Imaging: breast ultrasound image.
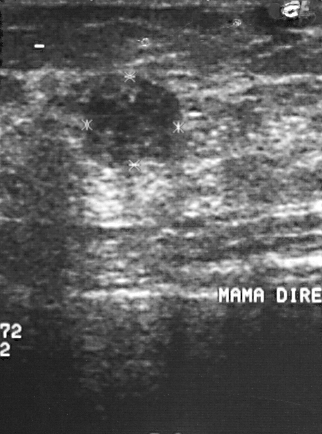
(coordinates in a 322x434 pixel frame) The finding occupies approximately x1=47, y1=73, x2=183, y2=173. BI-RADS 4.